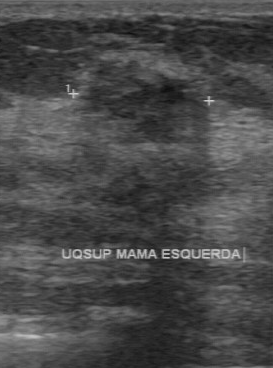
Modality: breast US.
- biopsy result: invasive ductal carcinoma
- BI-RADS: 4